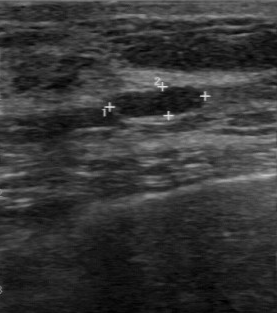
Modality: breast sonogram.
This breast sonogram shows a lesion with biopsy result: fibroadenoma, BI-RADS: 2.